Imaging: breast US.
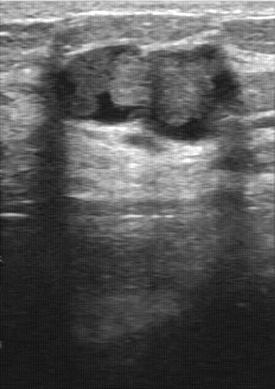
- BI-RADS: 4
- biopsy result: intraductal papilloma
- biopsy or follow-up result: benign